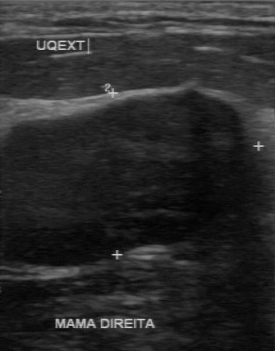
Modality: breast ultrasound.
BI-RADS 3 in the original read; on a second read the margin is regular, the boundary clear and the mass hypoechoic. The biopsy result was fibroadenoma; the mass is benign.